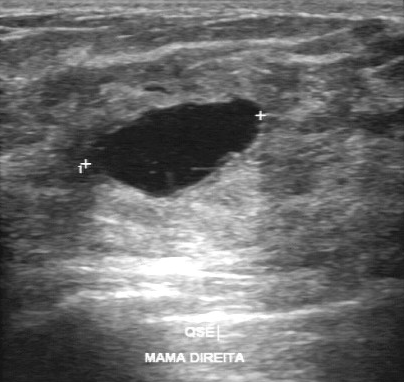
Breast ultrasound image.
FINDINGS: Outcome on biopsy or follow-up: benign. BI-RADS (first reader): 2. BI-RADS on independent re-read: 3.
OUTCOME ON BIOPSY OR FOLLOW-UP: benign.